Breast ultrasound.
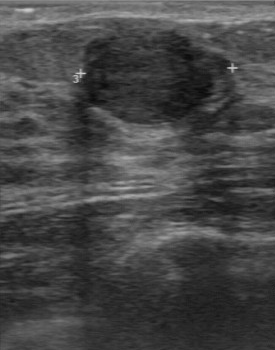
Original-read BI-RADS category: 2. On a second, independent read, a mass with a regular margin and a clear boundary is seen; it is hypoechoic. Histopathology: fibroadenoma (benign).